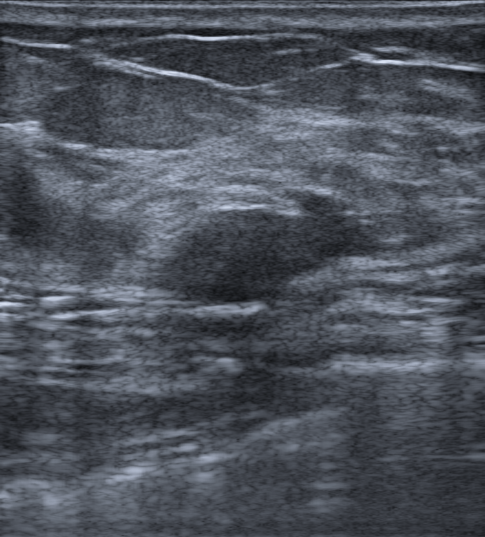
Patient age: 52. Modality: breast US.
This breast US shows a mass with biopsy result: Fibrocystic change, oval lesion shape, radiologist impression: Fibroadenoma; Intraductal papilloma, posterior acoustic features: absent, echogenic halo: none, hypoechoic echogenicity, BI-RADS: 4A, circumscribed lesion margin, verification: confirmed by biopsy.